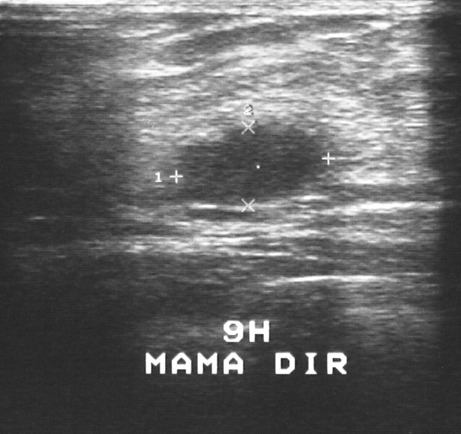
Breast US.
FINDINGS: Biopsy or follow-up result: benign. BI-RADS assessment: 3. Biopsy result: fibroadenoma.
OUTCOME ON BIOPSY OR FOLLOW-UP: benign.